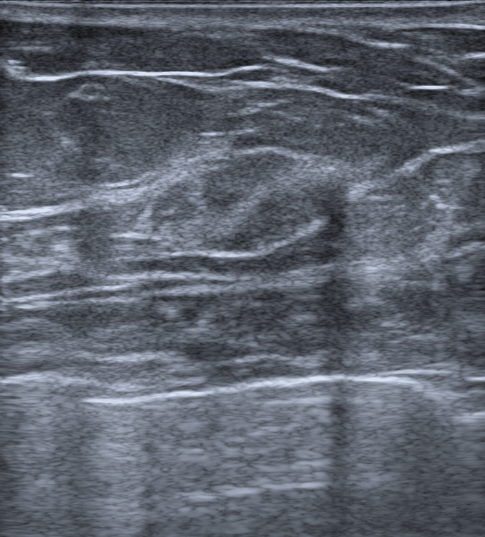
Breast ultrasound image.
Calcifications: none. The lesion is isoechoic. No echogenic halo is seen. Shape: oval. No skin thickening is seen. There are no posterior acoustic features. The lesion has a circumscribed margin. Differential on reading: Fibroadenoma; Hamartoma. BI-RADS assessment: 4A. Histopathology: Pseudoangiomatous stromal hyperplasia (PASH). This lesion proved benign on biopsy or follow-up.